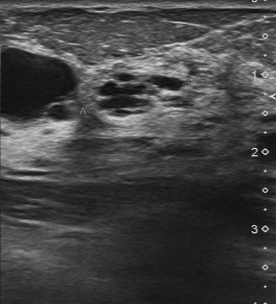
Scanner: Toshiba Aplio 300 @12-14 MHz. Breast ultrasound image.
Original-read BI-RADS category: 4. Descriptors from an independent second read (not the reader who assigned the category): Echo pattern: mixed cystic and solid. Calcifications: none. The breast lesion has a partially regular margin. Its boundary is fairly clear. Histopathology: fibrocystic changes (benign).